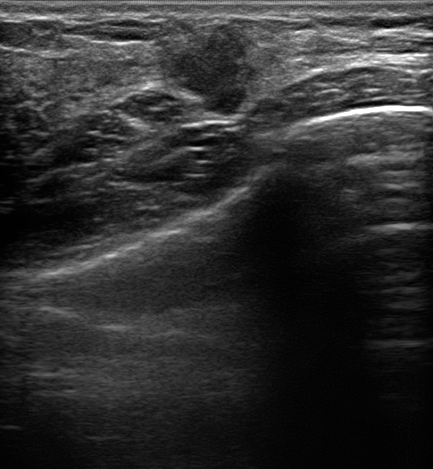
Breast ultrasound image.
BI-RADS assessment: 4C.
Radiologic interpretation: Suspicion of malignancy; Dysplasia; Fibroadenoma; Intraductal papilloma.
Histopathology: Invasive carcinoma of no special type (NST); Ductal carcinoma in situ (DCIS).
The lesion is irregular in shape.
The margin is not circumscribed (angular and indistinct).
Its echo pattern is hypoechoic.
There is posterior acoustic enhancement.
There is an echogenic halo.
No calcifications are seen.
No skin thickening is seen.